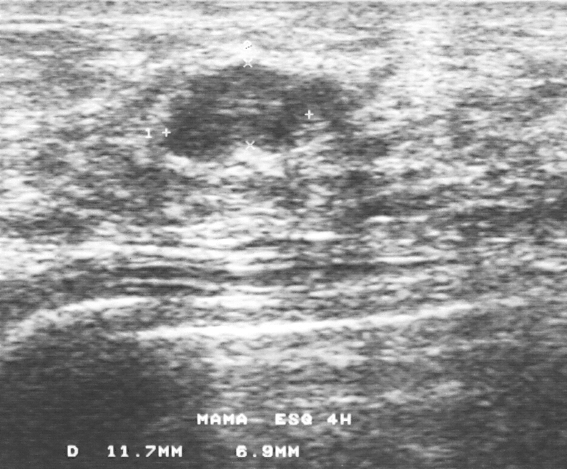
Imaging: breast ultrasound.
Pixel coordinates (x1, y1, x2, y2): Segment the breast lesion: bounding box 161 65 317 160.